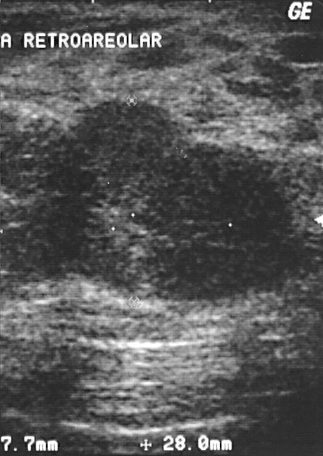
Acquired on GE Logiq 5 @10-12MHz. Imaging: B-mode breast ultrasound.
BI-RADS category 4.
This lesion proved benign on biopsy or follow-up.
Pathology confirmed fibroadenoma.